Background echotexture is heterogeneous: predominantly fat. Breast ultrasound scan.
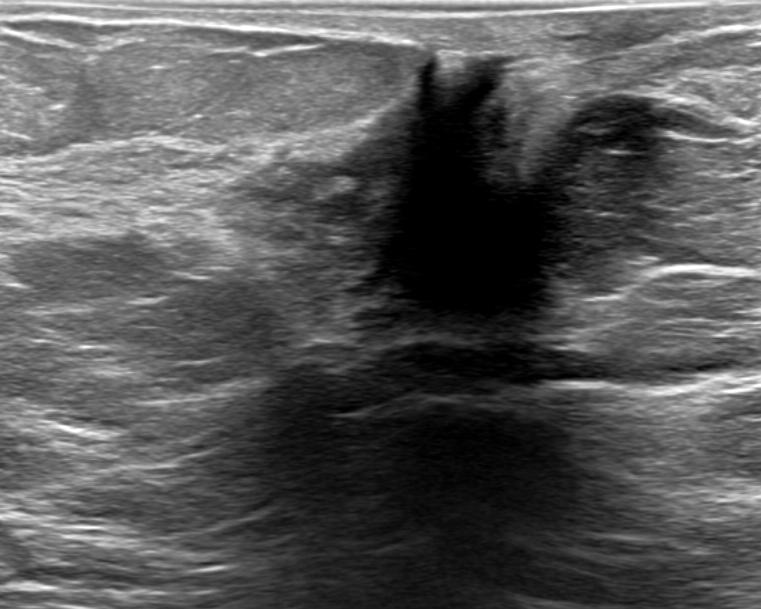
(coordinates in a 761x609 pixel frame) Segment the breast lesion: bounding box (337, 49) to (581, 331). BI-RADS 4C.